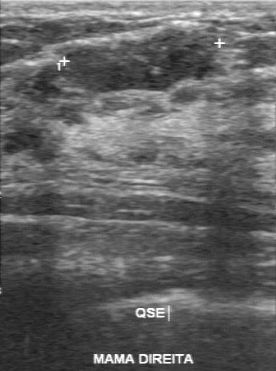
Breast ultrasound image.
Lesion characteristics:
- boundary: clear
- margin: regular
- calcifications: none
- echogenicity: hypoechoic